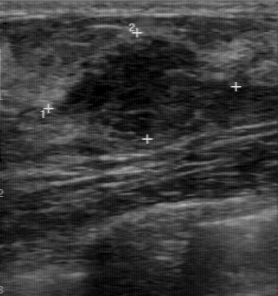
Imaging: breast US.
Histopathology is fibroadenoma. Lesion boundary: fairly clear. BI-RADS (second read): 4A. Original BI-RADS: 4.